Age 70. Background echotexture is heterogeneous: predominantly fibroglandular. Breast sonogram.
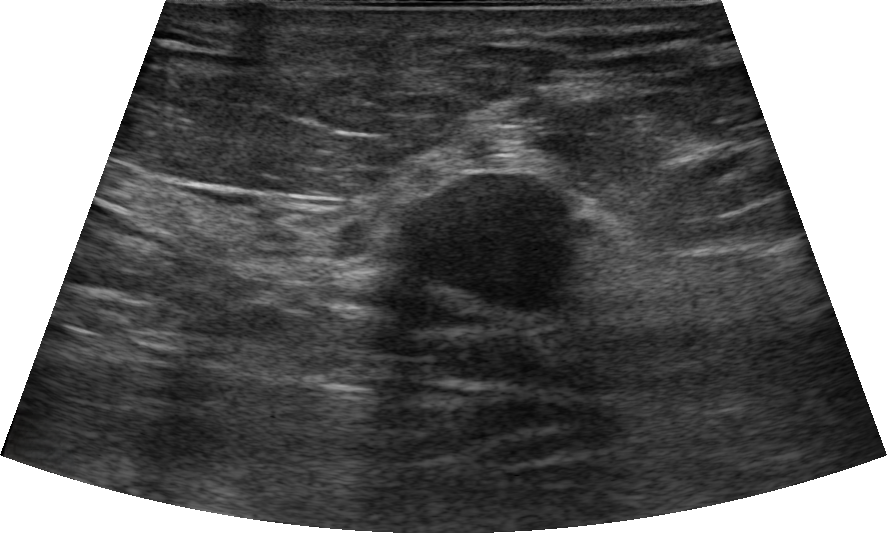
Echogenicity: hypoechoic. Echogenic halo is absent. The BI-RADS is 4B. The borders are not circumscribed - indistinct. The lesion shape is oval. Posterior features: shadowing.